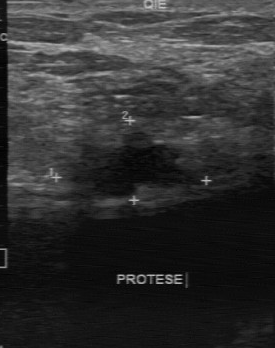
Modality: breast ultrasound. Scanner: GE Logiq 7 @10-14MHz.
The mass was assessed as BI-RADS 4 by the original reader. Descriptors from an independent second read (not the reader who assigned the category): Echo pattern: hypoechoic. Its boundary is unclear. Margin: irregular. There are no calcifications. Histopathology: fibroadenoma (benign).